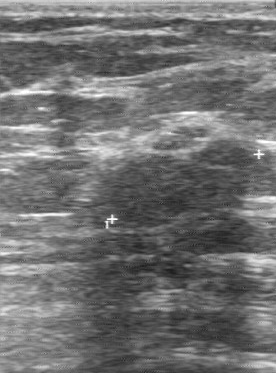
Modality: breast sonogram. Acquired on GE Logiq 7 @10-14MHz.
This breast sonogram shows a finding, benign on biopsy or follow-up. (BI-RADS category 4.)